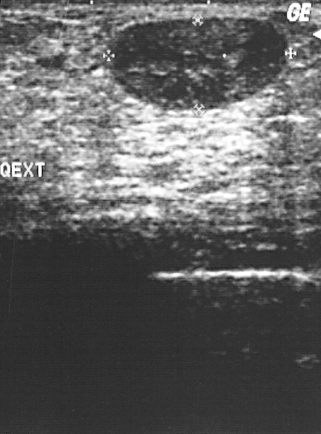
Imaging: breast sonogram.
Breast sonogram findings:
- histopathology: fibroadenoma
- BI-RADS: 2